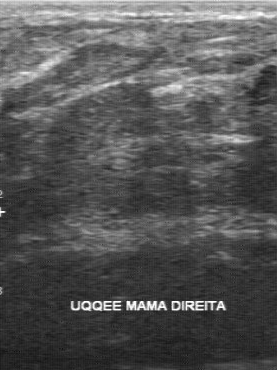
Scanner: GE Logiq 7 @10-14MHz. Modality: B-mode breast ultrasound.
The lesion demonstrates original BI-RADS: 4, independent BI-RADS assessment: 2, biopsy or follow-up result: benign.